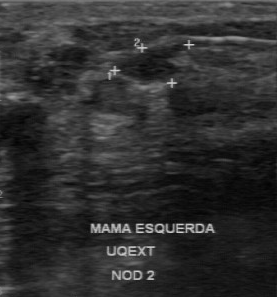
Imaging: B-mode breast ultrasound.
A breast lesion is seen with hypoechoic echo pattern, second-reader BI-RADS: 2, BI-RADS (first reader): 4, outcome on biopsy or follow-up: benign, clear lesion boundary, calcifications: none, histopathology: fibrocystic changes, partially regular contour.